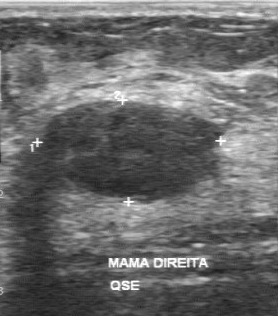
Acquired on GE Logiq 7 @10-14MHz. B-mode breast ultrasound.
Biopsy or follow-up result: benign.